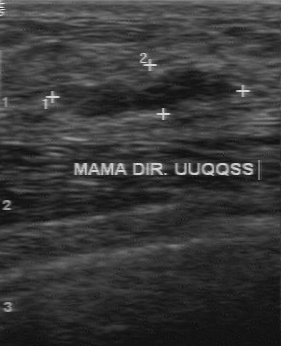
Breast sonogram.
FINDINGS: Breast sonogram. Biopsy or follow-up result: benign. Histopathology: fibroadenoma. BI-RADS category: 3.
OUTCOME ON BIOPSY OR FOLLOW-UP: benign.